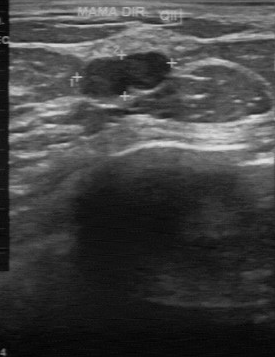
Modality: breast ultrasound scan.
Lesion characteristics:
- lesion margin: partially regular
- calcifications: absent
- echogenicity: hypoechoic
- lesion boundary: clear